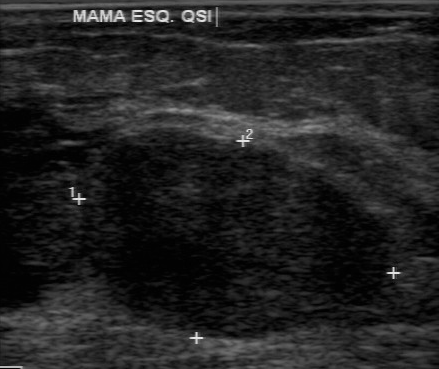
Imaging: breast sonogram.
FINDINGS: Breast sonogram. Echo pattern: hypoechoic. Lesion boundary: fairly clear. Lesion margin: regular. Calcifications: absent.
OUTCOME ON BIOPSY OR FOLLOW-UP: malignant.